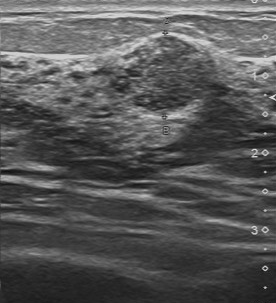
Breast ultrasound scan.
Pixel coordinates (x1, y1, x2, y2): Breast lesion bounding box: (99, 35) to (220, 112). BI-RADS 4.